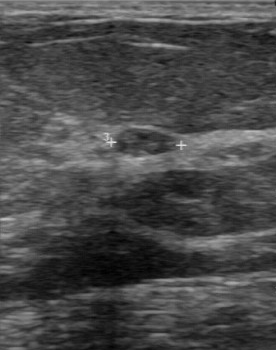
Scanner: GE Logiq 7 @10-14MHz. Breast ultrasound image.
(coordinates in a 276x350 pixel frame) Lesion region of interest: (117,128)-(168,157). The lesion is benign on biopsy or follow-up.